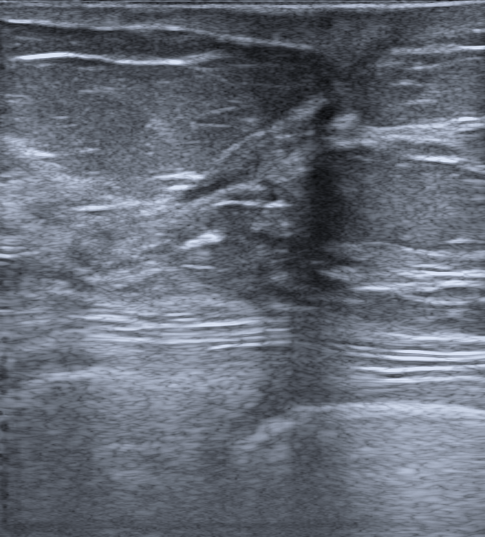
Imaging: breast US. Age 57.
Pixel coordinates (x1, y1, x2, y2): Segment the breast lesion: bounding box x1=167, y1=4, x2=430, y2=216.